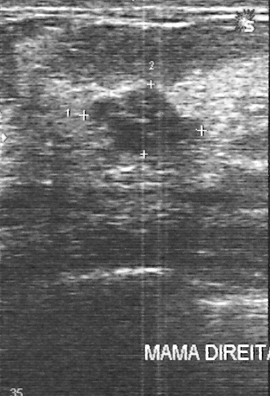
Acquired on GE Logiq 5 @10-12MHz. Imaging: B-mode breast ultrasound.
(coordinates in a 270x396 pixel frame) Lesion region of interest: [91, 86, 199, 156]. The lesion is benign on biopsy or follow-up. BI-RADS 3.